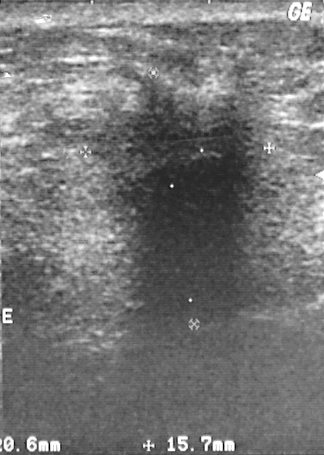
Modality: breast sonogram.
FINDINGS: Outcome on biopsy or follow-up: malignant. BI-RADS: 5.
OUTCOME ON BIOPSY OR FOLLOW-UP: malignant.